Breast ultrasound scan.
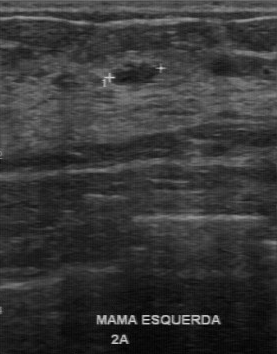
Margin is regular. Independent BI-RADS assessment: 3. The original BI-RADS is 3. There are no calcifications. Echogenicity is hypoechoic. Pathology: fibroadenoma. Lesion boundary is clear.